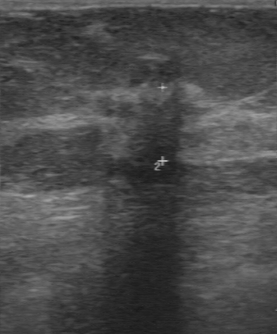
Modality: breast US.
Breast lesion bounding box: top-left (111, 84), bottom-right (192, 179). The breast lesion is malignant on biopsy or follow-up.